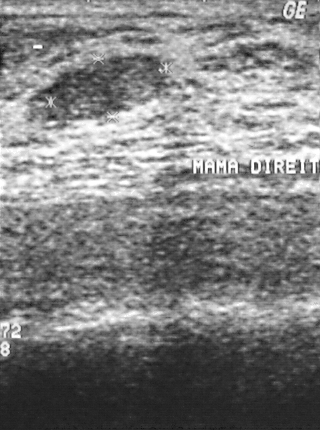
Breast US.
Outcome on biopsy or follow-up: benign.